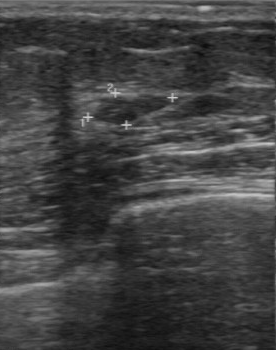
Scanner: GE Logiq 7 @10-14MHz. Modality: B-mode breast ultrasound.
- boundary: clear
- BI-RADS on independent re-read: 3
- echo pattern: hypoechoic